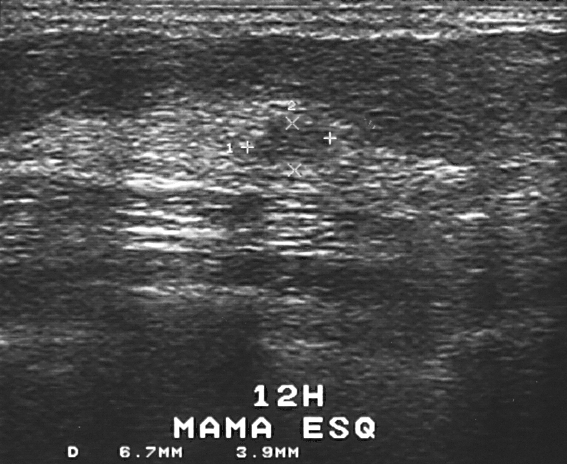
Imaging: B-mode breast ultrasound.
A breast lesion is seen. It was assessed as BI-RADS 3. The biopsy result was fibroadenoma; the breast lesion is benign.